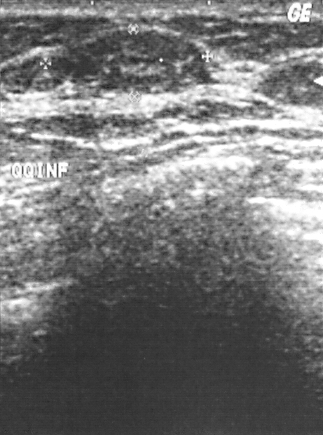
Modality: breast ultrasound scan. Scanner: GE Logiq 5 @10-12MHz.
BI-RADS assessment: 2.
Outcome on biopsy or follow-up: benign.
Histopathology: fibroadenoma (benign).